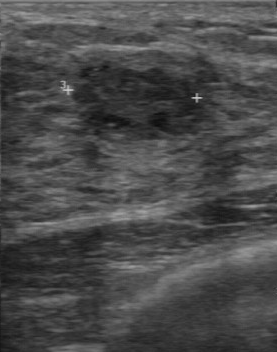
Acquired on GE Logiq 7 @10-14MHz. Imaging: B-mode breast ultrasound.
This B-mode breast ultrasound shows a mass, benign on biopsy or follow-up. BI-RADS 4.